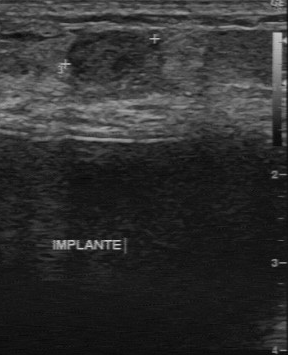
Breast ultrasound scan.
Original-read BI-RADS category: 3.
A second, independent read describes the finding as follows.
There are no calcifications.
Internally the finding is slightly hypoechoic.
Its boundary is fairly clear.
Margin: regular.
Biopsy showed fibroadenoma, a benign finding.